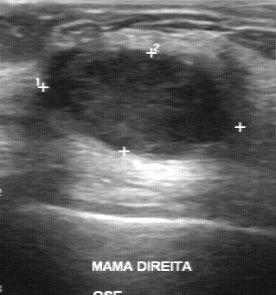
Breast ultrasound.
BI-RADS 3 in the original read. A second reader, independent of the original assessment, describes a slightly hypoechoic finding with a regular margin; the boundary is clear. Calcifications: none. The biopsy result was invasive ductal carcinoma; the finding is malignant.